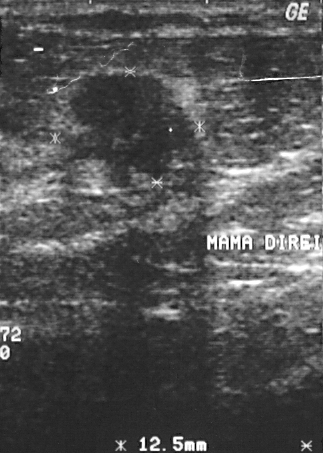
Breast ultrasound image.
The finding is malignant on biopsy or follow-up. (BI-RADS category 4.)